Modality: breast US.
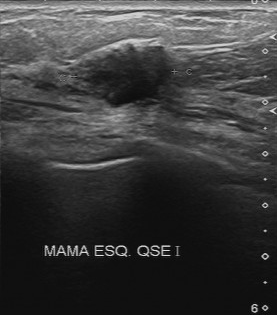
The finding is malignant on biopsy or follow-up. (BI-RADS category 4.)